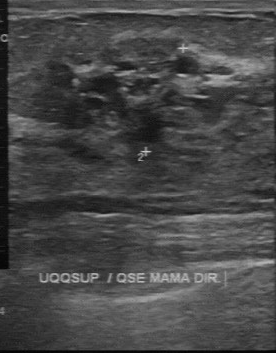
Modality: breast sonogram. Acquired on GE Logiq 7 @10-14MHz.
(coordinates in a 276x353 pixel frame) Breast lesion bounding box: top-left (10, 58), bottom-right (222, 141). BI-RADS 3.